Scanner: GE Logiq 7 @10-14MHz. Imaging: breast ultrasound scan.
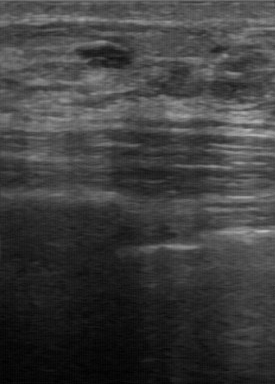
- BI-RADS (first reader): 3
- second-reader BI-RADS: 3
- boundary: clear